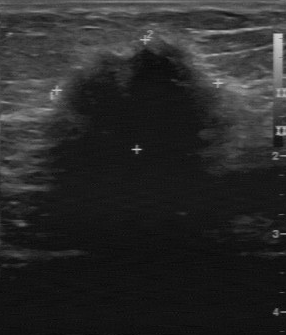
Scanner: GE Logiq 7 @10-14MHz. Breast ultrasound scan.
A breast lesion is seen with unclear boundary, irregular lesion margin, biopsy result: invasive lobular carcinoma, confirmed outcome (biopsy or follow-up): malignant, hypoechoic echo pattern, calcifications: absent.